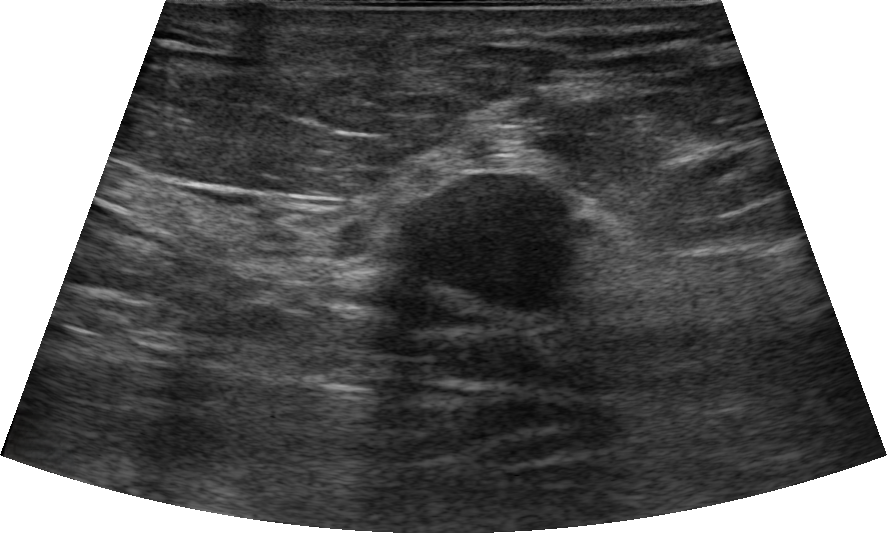
Imaging: breast ultrasound scan. Age 70.
There is an oval breast lesion that is hypoechoic, with non-circumscribed (indistinct) margins. Posterior features: shadowing. There is no skin thickening. No calcifications are seen. The breast lesion is categorized as BI-RADS 4B; on biopsy or follow-up it was malignant.